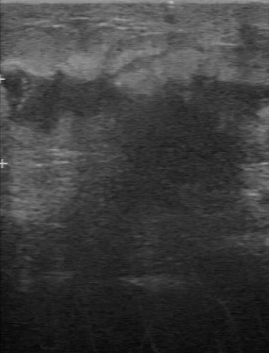
Imaging: breast US.
Pixel coordinates (x1, y1, x2, y2): Segment the lesion: bounding box (100,76)-(255,224).